Background tissue composition: heterogeneous: predominantly fat. Imaging: breast ultrasound image.
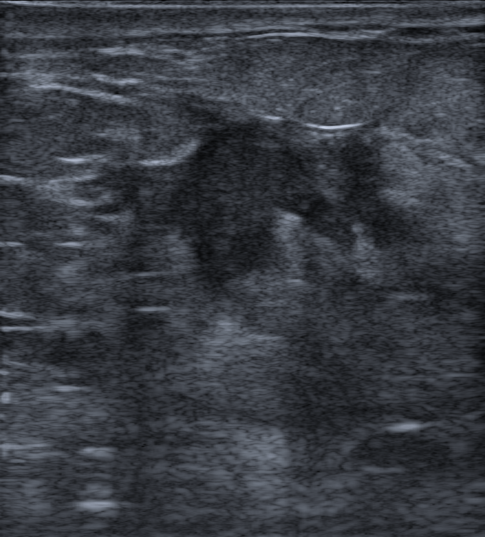
The breast lesion is malignant on biopsy or follow-up. Histopathology: Invasive carcinoma of no special type (NST). The breast lesion is assessed as BI-RADS 5. The breast lesion appears irregular. The margin is not circumscribed (spiculated and indistinct). There is no echogenic halo. Calcifications: none. Posterior features: shadowing. There is no skin thickening. The breast lesion is hypoechoic.